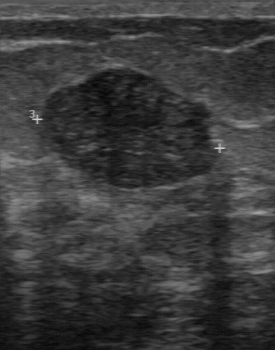
Breast ultrasound scan.
- outcome on biopsy or follow-up: benign
- BI-RADS (second read): 3